Imaging: breast ultrasound.
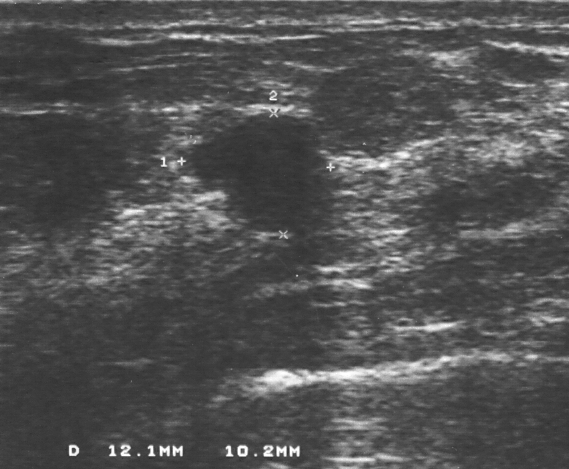
Biopsy or follow-up result: benign. BI-RADS assessment: 4. Pathology confirmed fibroadenoma.